Scanner: Toshiba Aplio 300 @12-14 MHz. Breast ultrasound image.
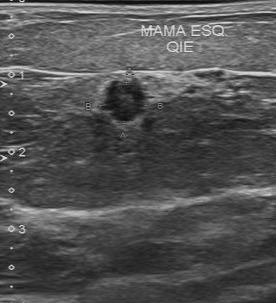
FINDINGS: Calcifications: none. Lesion margin: regular. Boundary: clear. Echogenicity: hypoechoic.
OUTCOME ON BIOPSY OR FOLLOW-UP: malignant.